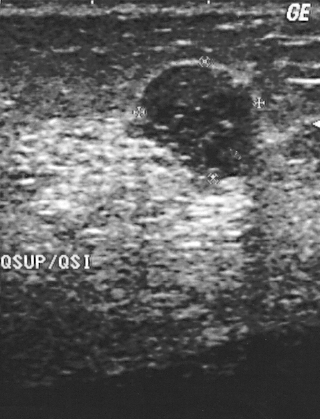
Breast ultrasound image.
A mass is seen. Assessment: BI-RADS 2. Histopathology: fibroadenoma (benign).